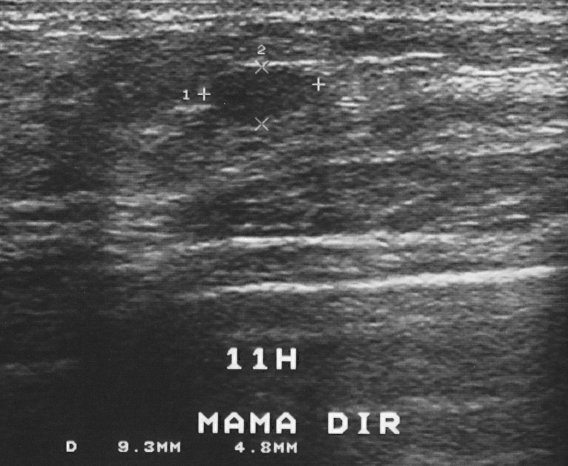
Imaging: breast ultrasound.
The lesion is assessed as BI-RADS 2.
This lesion proved benign on biopsy or follow-up.
Biopsy showed fibrocystic changes, a benign finding.